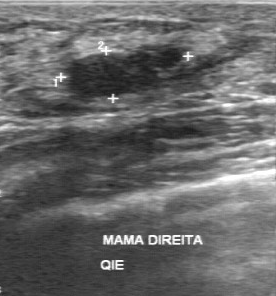
Modality: breast ultrasound.
(coordinates in a 276x296 pixel frame) Segment the mass: bounding box x1=69, y1=48, x2=180, y2=97.